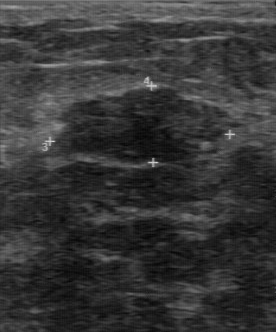
Modality: breast ultrasound. Acquired on GE Logiq 7 @10-14MHz.
Echo pattern: hypoechoic. Calcifications: none. Boundary: fairly clear. Contour: partially regular. Pathology: fibroadenoma.
OUTCOME ON BIOPSY OR FOLLOW-UP: benign.